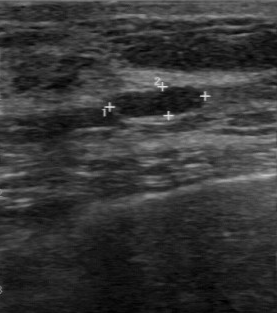
Modality: breast sonogram.
Segment the finding: bounding box [110, 87, 206, 119]. The finding is benign on biopsy or follow-up. BI-RADS 2.